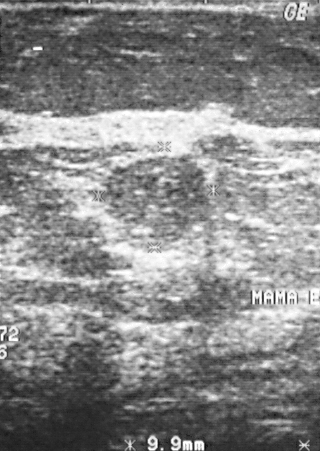
Modality: breast ultrasound scan.
Breast ultrasound scan findings:
- biopsy result: fibroadenoma
- BI-RADS: 2